Modality: breast US.
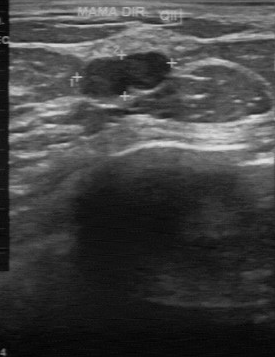
Original-read BI-RADS category: 2.
The following findings are from a second reader, independent of the original assessment.
The margin is partially regular.
Its boundary is clear.
Internally the finding is hypoechoic.
No calcifications are seen.
Histopathology: cyst (benign).